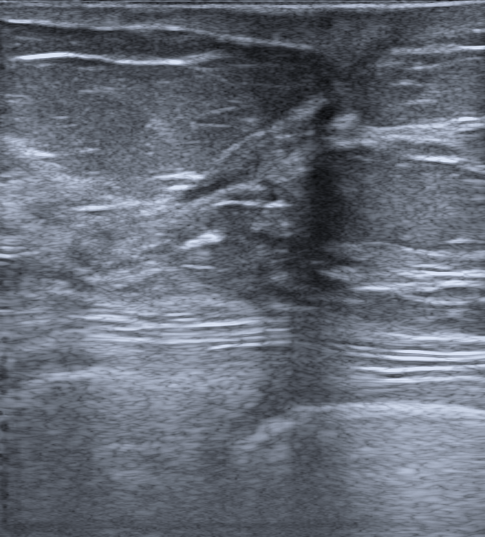
Breast US. Background tissue composition: heterogeneous: predominantly fat.
Outcome on biopsy or follow-up: benign.